Imaging: breast ultrasound.
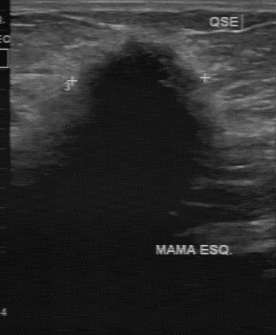
BI-RADS (second read) is 4C. Lesion margin: irregular.